Modality: breast ultrasound image. Acquired on U-Systems @10-14MHz.
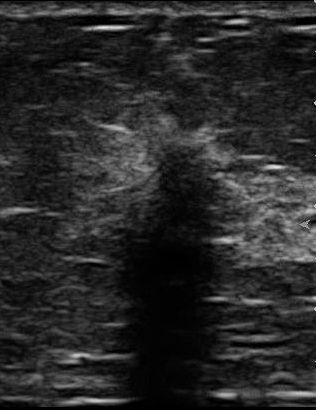
BI-RADS 5 in the original read. A second reader, independent of the original assessment, describes a hypoechoic mass with an irregular margin; the boundary is unclear. There are no calcifications. Histopathology: invasive ductal carcinoma (malignant).